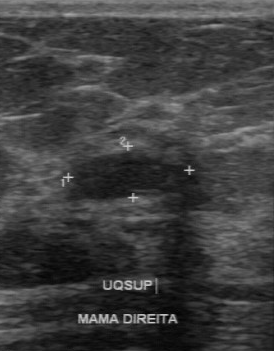
Breast sonogram.
Biopsy or follow-up result: benign. (BI-RADS category 3.)